Imaging: breast ultrasound image. Scanner: GE Logiq 7 @10-14MHz.
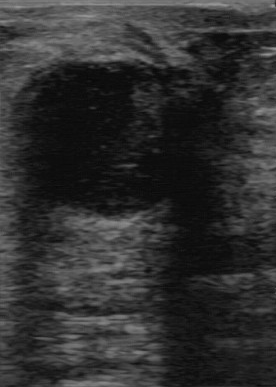
This breast ultrasound image shows a finding, benign on biopsy or follow-up. BI-RADS 3.